Modality: breast US.
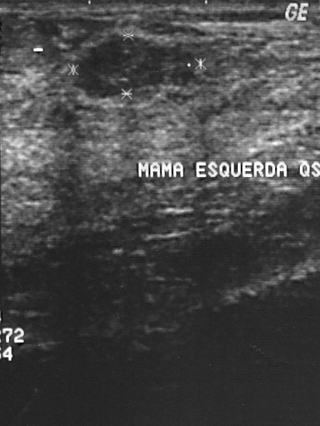
A breast lesion is seen. Assessment: BI-RADS 2. Histopathology: fibroadenoma (benign).